Breast ultrasound image.
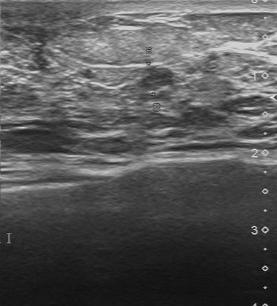
Biopsy or follow-up result: benign.